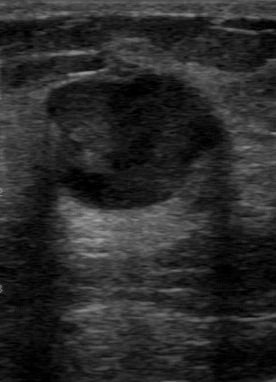
Imaging: breast ultrasound image. Acquired on GE Logiq 7 @10-14MHz.
Biopsy or follow-up result: benign. (BI-RADS category 4.)